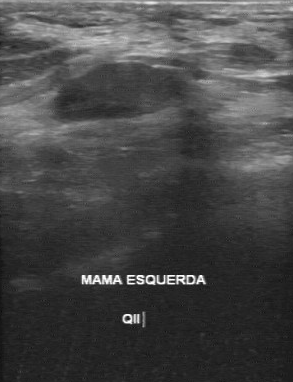
Modality: breast ultrasound scan. Scanner: GE Logiq 7 @10-14MHz.
(coordinates in a 293x382 pixel frame) Segment the finding: bounding box top-left (50, 63), bottom-right (183, 123). The finding is benign on biopsy or follow-up.